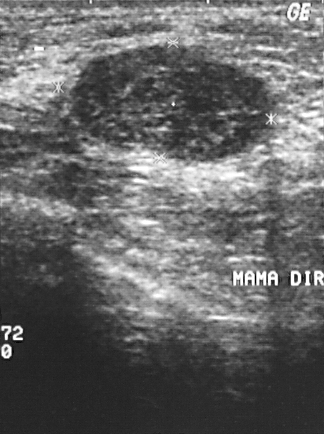
Imaging: breast US.
Biopsy showed fibroadenoma, a benign finding.
This finding proved benign on biopsy or follow-up.
Assigned BI-RADS 2.